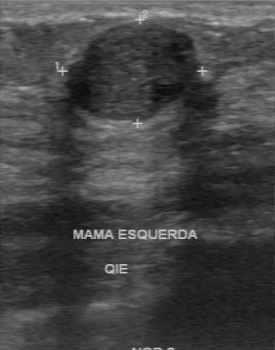
Breast ultrasound.
BI-RADS 2 in the original read; on a second read the margin is regular, the boundary clear and the finding hypoechoic. Calcifications: none. Biopsy showed fibroadenoma, a benign finding.